Acquired on GE Logiq 5 @10-12MHz. Breast sonogram.
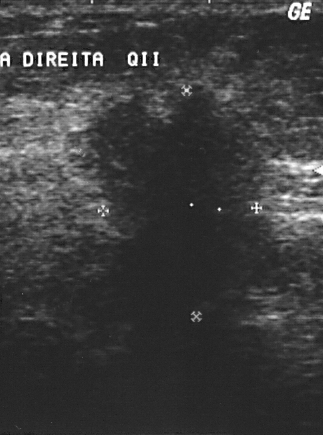
Biopsy showed invasive ductal carcinoma.
Assigned BI-RADS 5.
Biopsy or follow-up result: malignant.